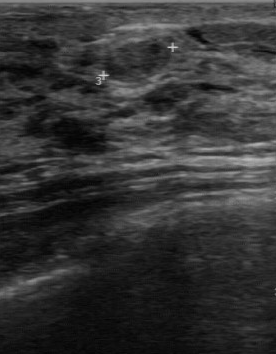
Breast ultrasound image. Acquired on GE Logiq 7 @10-14MHz.
Lesion characteristics:
- calcifications: none
- internal echoes: hypoechoic
- BI-RADS on independent re-read: 3
- boundary: clear